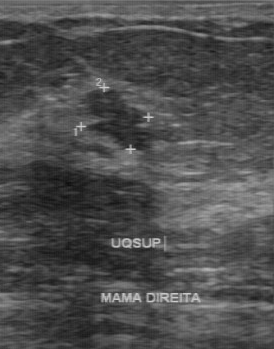
Scanner: GE Logiq 7 @10-14MHz. Breast ultrasound image.
BI-RADS 4 in the original read. A second, independent read describes the mass as follows. The mass has an irregular margin. Its boundary is fairly clear. The mass is hypoechoic. There are no calcifications. Histopathology: fibroadenoma (benign).